Breast ultrasound image.
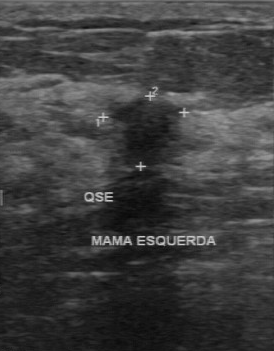
Original-read BI-RADS category: 4. A second reader, independent of the original assessment, describes a hypoechoic finding with an irregular margin; the boundary is unclear. No calcifications are seen. The biopsy result was lobular carcinoma in situ; the finding is malignant.